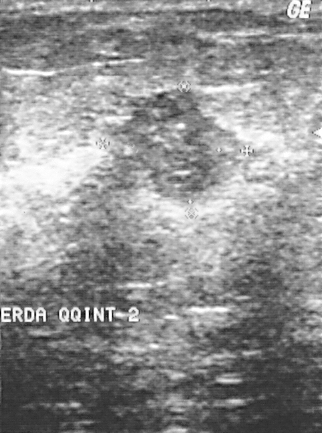
Scanner: GE Logiq 5 @10-12MHz. Imaging: breast US.
The mass is assessed as BI-RADS 4. The biopsy result was invasive ductal carcinoma; the mass is malignant.